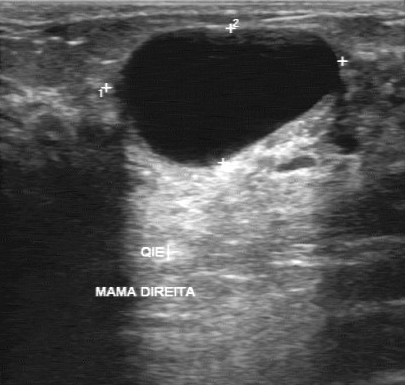
Imaging: B-mode breast ultrasound.
Original-read BI-RADS category: 2.
On a second read by an independent reader:
Boundary: clear.
There are no calcifications.
Echo pattern: anechoic.
The margin is regular.
The biopsy result was cyst; the breast lesion is benign.